Acquired on GE Logiq 7 @10-14MHz. Imaging: breast sonogram.
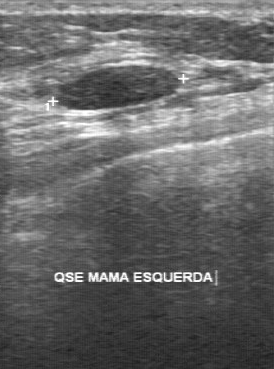
This breast sonogram shows a finding, benign on biopsy or follow-up.